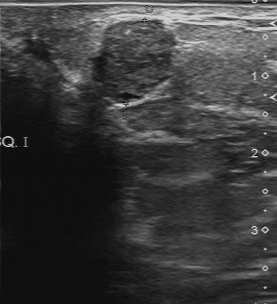
Scanner: Toshiba Aplio 300 @12-14 MHz. Imaging: breast sonogram.
Finding bounding box: x1=100, y1=19, x2=175, y2=102.